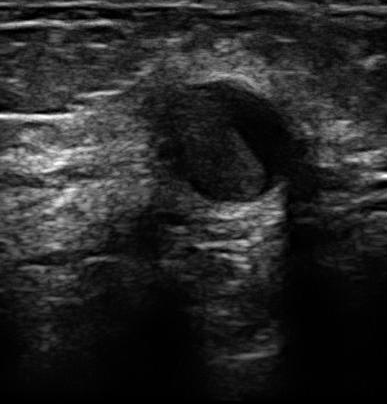
Modality: breast ultrasound scan.
Breast ultrasound scan findings:
- calcifications: none
- margin: partially regular
- BI-RADS (first reader): 3
- second-reader BI-RADS: 3
- internal echoes: hypoechoic
- lesion boundary: fairly clear